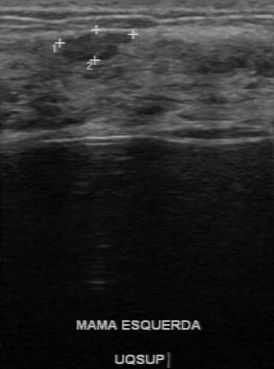
Breast US.
This breast US shows a mass, benign on biopsy or follow-up.